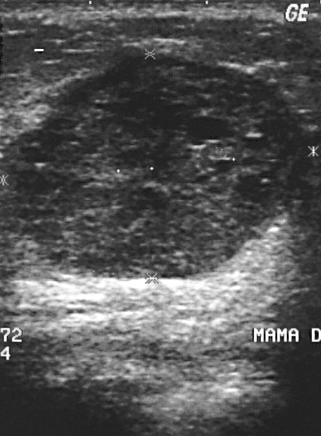
Modality: breast ultrasound.
Outcome on biopsy or follow-up: malignant.